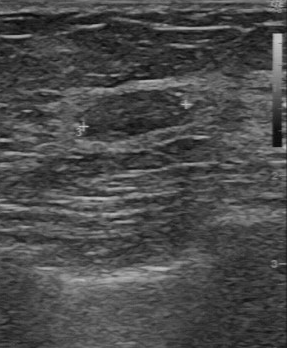
Imaging: breast ultrasound scan.
- boundary: clear
- margin: regular
- calcifications: none
- confirmed outcome (biopsy or follow-up): benign
- echogenicity: slightly hypoechoic